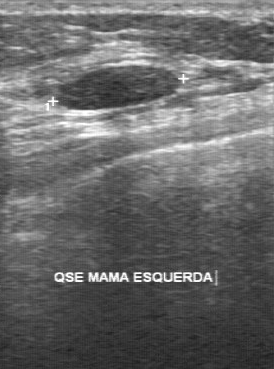
Imaging: breast ultrasound.
Coordinates are pixels in the 274x369 image. Lesion region of interest: (55,65)-(183,112). The lesion is benign on biopsy or follow-up.